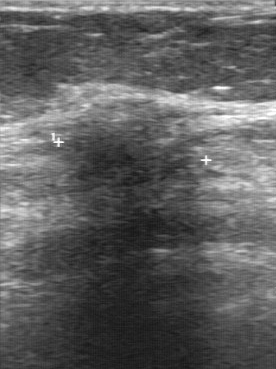
Breast US. Scanner: GE Logiq 7 @10-14MHz.
This breast US shows a breast lesion with BI-RADS: 5, outcome on biopsy or follow-up: malignant.